Imaging: breast sonogram.
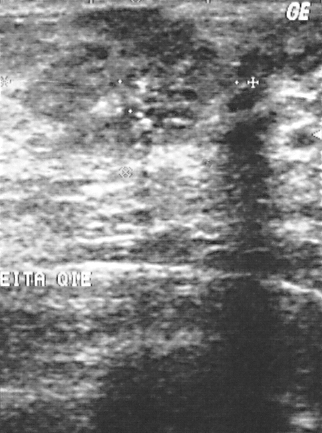
Biopsy showed invasive ductal carcinoma, a malignant finding. The lesion is malignant on biopsy or follow-up. The lesion is assessed as BI-RADS 4.